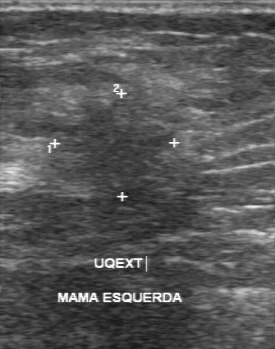
Modality: breast ultrasound.
Outcome on biopsy or follow-up: malignant. Boundary is unclear. Echogenicity is slightly hypoechoic. There are no calcifications. Margin: irregular.